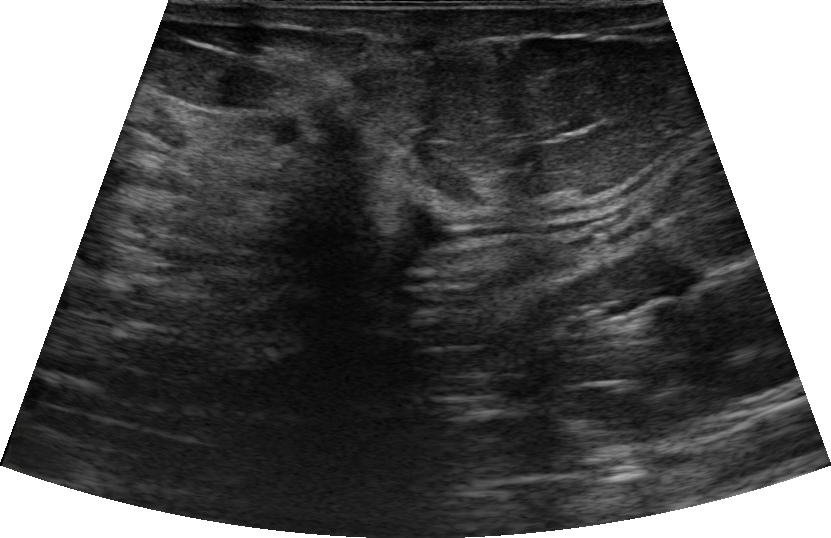
Background echotexture is heterogeneous: predominantly fat. Modality: breast US.
Findings: an irregular finding of hypoechoic echotexture with non-circumscribed (indistinct) margins. There is posterior acoustic shadowing. No calcifications are seen. No skin thickening is seen. BI-RADS 4C; malignant on biopsy or follow-up. Differential on reading: Suspicion of malignancy.